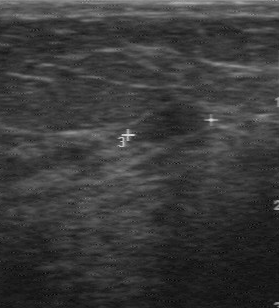
Breast sonogram. Acquired on GE Logiq 7 @10-14MHz.
The breast lesion was assessed as BI-RADS 2 by the original reader. A second, independent read describes the breast lesion as follows. Echo pattern: hypoechoic. There are no calcifications. The margin is regular. The lesion boundary is clear. Histopathology: fibroadenoma (benign).